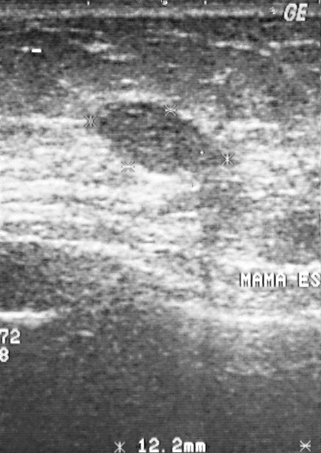
Imaging: breast ultrasound scan.
The mass is malignant on biopsy or follow-up.